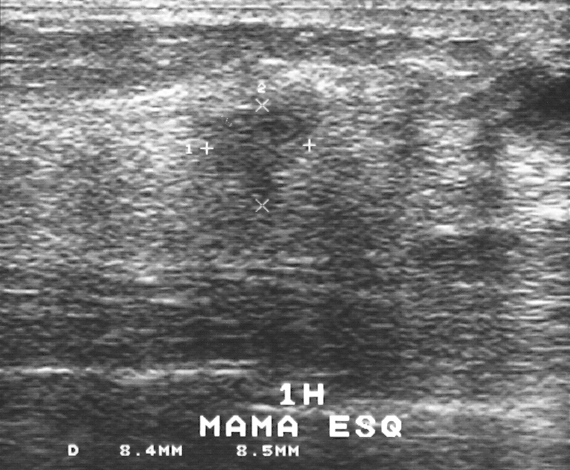
Imaging: breast ultrasound image.
The lesion demonstrates pathology: fibroadenoma, BI-RADS category: 4, biopsy or follow-up result: benign.